Modality: breast US. Scanner: Toshiba Aplio 300 @12-14 MHz.
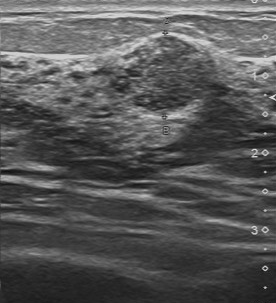
Lesion characteristics:
- second-reader BI-RADS: 4A
- calcifications: multiple calcifications
- original BI-RADS: 4